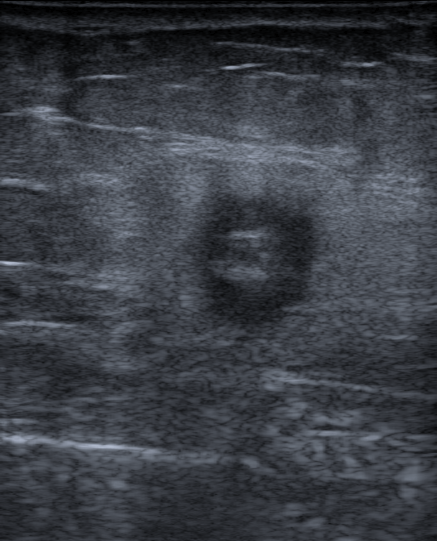
Breast sonogram.
Biopsy or follow-up result: malignant.